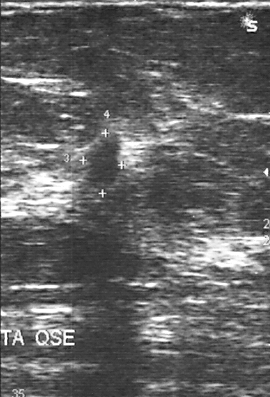
Acquired on GE Logiq 5 @10-12MHz. Breast ultrasound.
Biopsy or follow-up result: malignant.
Assigned BI-RADS 4.
Histopathology: invasive lobular carcinoma.